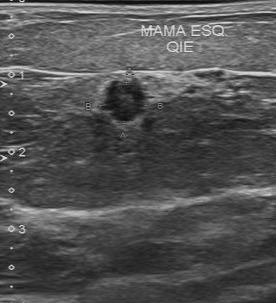
Acquired on Toshiba Aplio 300 @12-14 MHz. Modality: breast sonogram.
BI-RADS category: 4.